Scanner: GE Logiq 7 @10-14MHz. Imaging: breast ultrasound image.
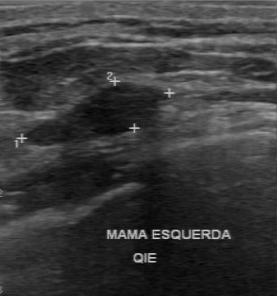
The lesion was categorized BI-RADS 2 in the original read. Findings on the second read (an independent reader): a hypoechoic lesion, margin regular, boundary clear. The biopsy result was fibroadenoma; the lesion is benign.